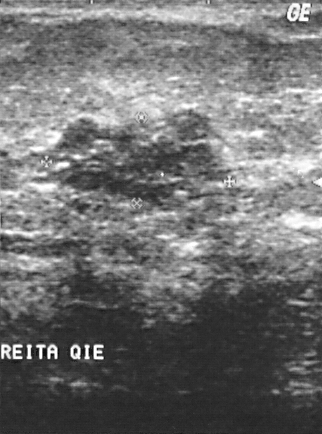
Breast ultrasound scan.
BI-RADS is 4. Pathology is intraductal papilloma.